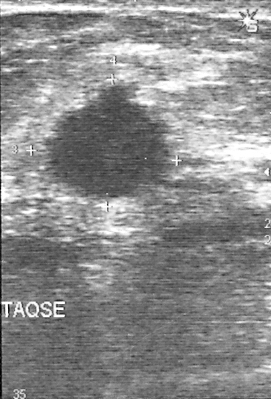
Modality: B-mode breast ultrasound.
Outcome on biopsy or follow-up: malignant. BI-RADS 4.